Modality: breast US.
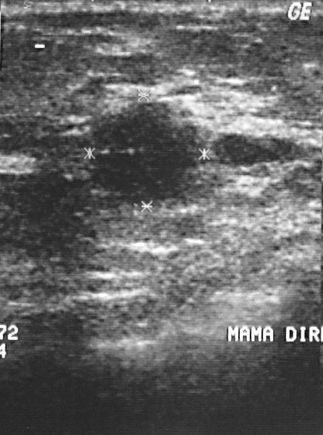
A lesion is present on this breast US. Assessment: BI-RADS 4. Pathology confirmed malignant invasive ductal carcinoma.